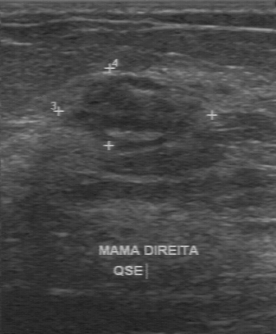
Breast US.
The original reader assigned BI-RADS 4. On a second read by an independent reader: Calcifications: none. The lesion boundary is fairly clear. Internally the finding is slightly hypoechoic. The margin is partially regular. Histopathology: invasive ductal carcinoma (malignant).